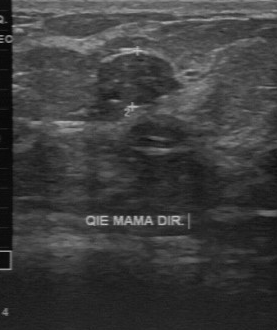
Imaging: breast ultrasound scan.
BI-RADS 3 in the original read; on a second read the margin is partially regular, the boundary fairly clear and the lesion slightly hypoechoic. Calcifications: suspected. The biopsy result was fibroadenoma; the lesion is benign.